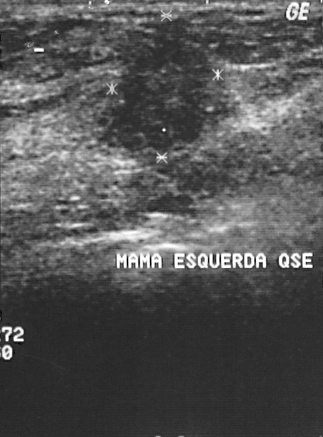
Modality: breast sonogram. Scanner: GE Logiq 5 @10-12MHz.
A finding is present on this breast sonogram. BI-RADS category 4. Histopathology: invasive ductal carcinoma (malignant).